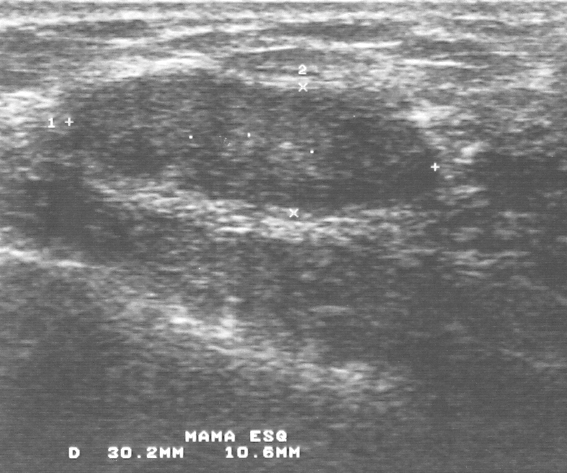
Imaging: breast ultrasound scan.
This breast ultrasound scan shows a mass. BI-RADS category 3. Biopsy showed fibroadenoma, a benign finding.